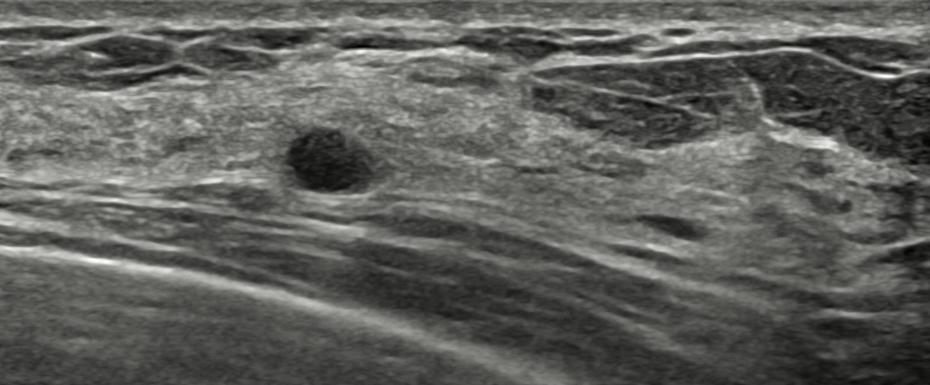
Imaging: breast sonogram. Age 48.
Biopsy or follow-up result: benign. (BI-RADS category 3.)